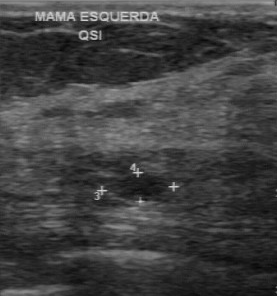
Breast ultrasound.
Lesion characteristics:
- histopathology: hyperplasia
- outcome on biopsy or follow-up: benign
- BI-RADS category: 3